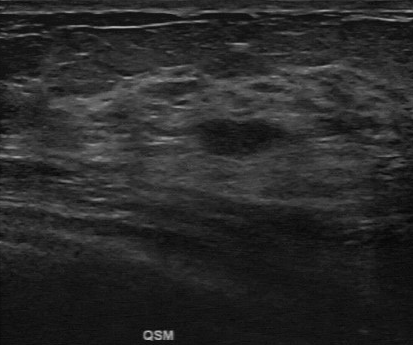
Imaging: breast US.
The lesion demonstrates BI-RADS: 3, outcome on biopsy or follow-up: benign.